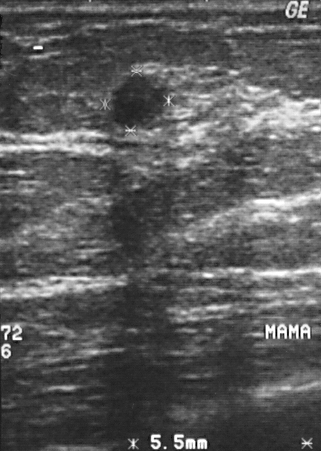
Modality: breast ultrasound image.
This breast ultrasound image shows a breast lesion, benign on biopsy or follow-up. (BI-RADS category 2.)